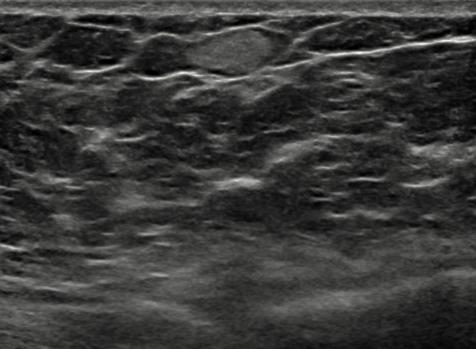
Modality: breast ultrasound.
Breast lesion bounding box: (184,25)-(274,76). The breast lesion is benign on biopsy or follow-up.